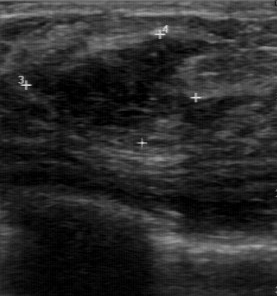
Imaging: breast sonogram.
Pixel coordinates (x1, y1, x2, y2): The mass is located within the bounding box (27,37)-(189,126). The mass is benign on biopsy or follow-up.